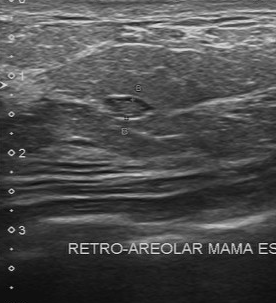
Modality: B-mode breast ultrasound.
The lesion was assessed as BI-RADS 4 by the original reader. The following findings are from a second reader, independent of the original assessment. The margin is regular. Boundary: clear. Internally the lesion is isoechoic. No calcifications are seen. The biopsy result was apocrine metaplasia; the lesion is benign.